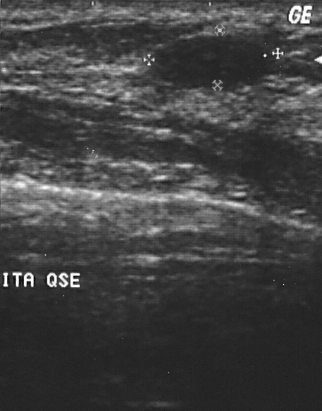
Imaging: breast ultrasound image.
BI-RADS assessment is 2. Biopsy result is cyst.